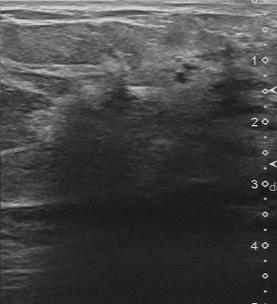
Imaging: breast ultrasound.
The breast lesion was assessed as BI-RADS 5 by the original reader. On a second, independent read, a breast lesion with an irregular margin and an unclear boundary is seen; it is hypoechoic. No calcifications are seen. Biopsy showed invasive ductal carcinoma, a malignant finding.